Modality: breast ultrasound image. Background echotexture is lactating and homogeneous: fibroglandular.
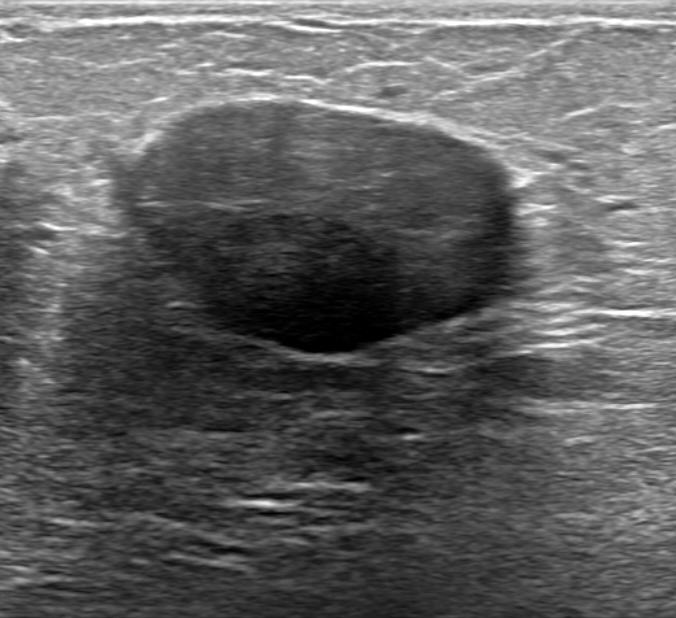
Coordinates are pixels in the 676x618 image. Mass bounding box: (107, 97) to (527, 356). The mass is benign on biopsy or follow-up.